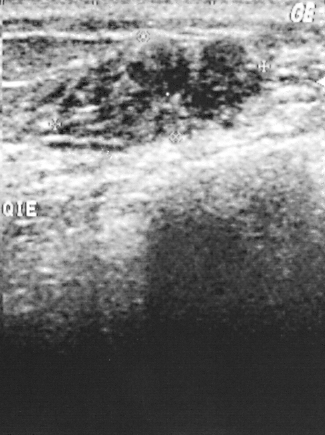
Breast ultrasound image.
This breast ultrasound image shows a lesion. It was assessed as BI-RADS 3. The biopsy result was invasive ductal carcinoma; the lesion is malignant.